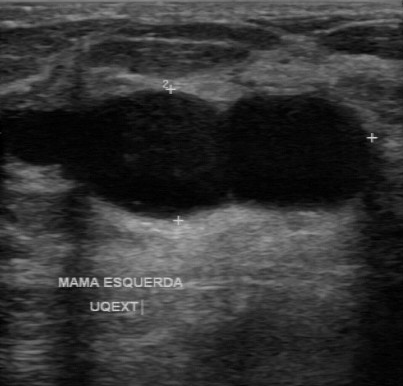
Modality: breast ultrasound image. Acquired on GE Logiq 7 @10-14MHz.
Finding: lesion, benign on biopsy or follow-up. (BI-RADS category 2.)